Imaging: breast ultrasound.
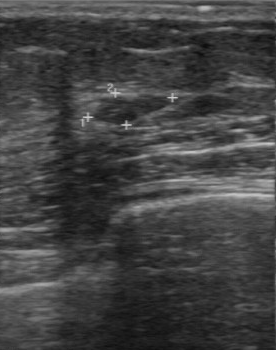
The lesion is located within the bounding box 94 94 167 124. The lesion is benign on biopsy or follow-up.